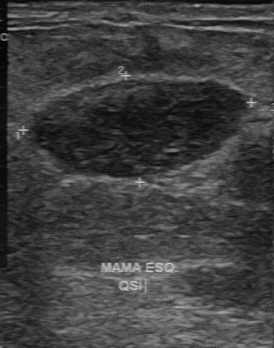
Imaging: breast ultrasound.
The lesion is benign on biopsy or follow-up. (BI-RADS category 2.)